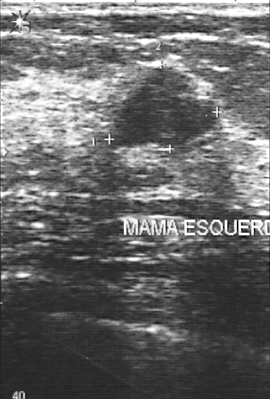
Imaging: breast ultrasound image. Scanner: GE Logiq 5 @10-12MHz.
This breast ultrasound image shows a breast lesion. It was assessed as BI-RADS 3. The biopsy result was fibroadenoma; the breast lesion is benign.